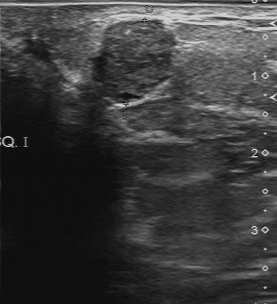
Imaging: breast sonogram.
FINDINGS: Breast sonogram. Confirmed outcome (biopsy or follow-up): benign. Pathology: fibroadenoma. BI-RADS: 3.
OUTCOME ON BIOPSY OR FOLLOW-UP: benign.